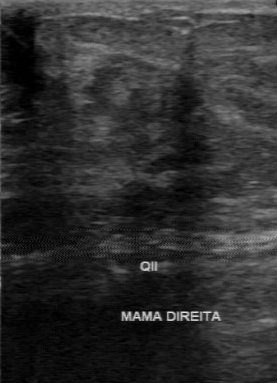
Imaging: breast ultrasound.
Original-read BI-RADS category: 4. A second reader, independent of the original assessment, describes a heterogeneous finding with an irregular margin; the boundary is unclear. Pathology confirmed malignant invasive ductal carcinoma.